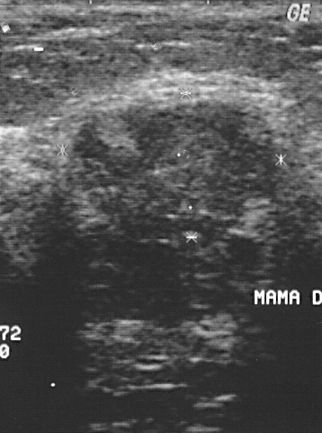
Imaging: breast ultrasound image. Scanner: GE Logiq 5 @10-12MHz.
Breast lesion: malignant on biopsy or follow-up.